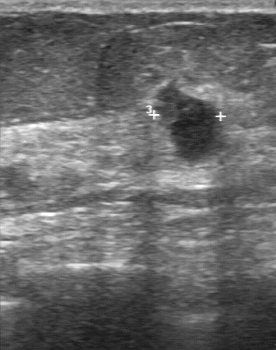
Acquired on GE Logiq 7 @10-14MHz. B-mode breast ultrasound.
(coordinates in a 276x350 pixel frame) The mass is located within the bounding box 154 81 227 166. The mass is malignant on biopsy or follow-up.